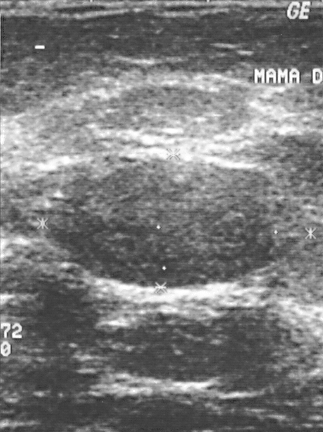
Acquired on GE Logiq 5 @10-12MHz. B-mode breast ultrasound.
(coordinates in a 323x432 pixel frame) Mass bounding box: (46,160)-(274,286). The mass is benign on biopsy or follow-up. BI-RADS 2.